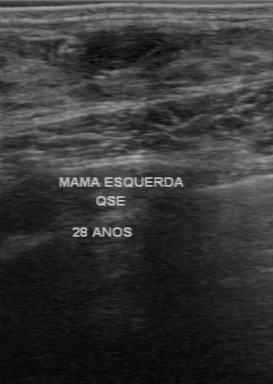
Modality: breast sonogram.
The finding was categorized BI-RADS 2 in the original read. On a second read by an independent reader: Its boundary is clear. Echo pattern: hypoechoic. Margin: regular. There are no calcifications. The biopsy result was fibroadenoma; the finding is benign.